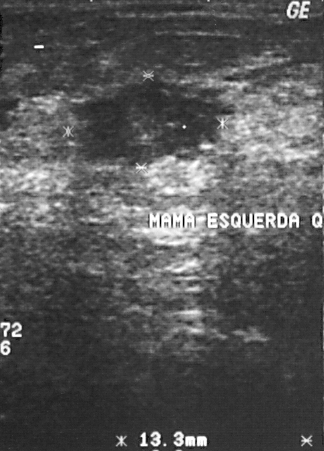
Imaging: breast ultrasound image.
This breast ultrasound image shows a breast lesion. Assessment: BI-RADS 4. Histopathology: invasive ductal carcinoma (malignant).